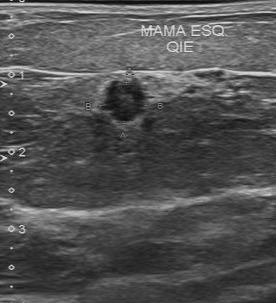
Imaging: B-mode breast ultrasound.
This B-mode breast ultrasound shows a mass, malignant on biopsy or follow-up. BI-RADS 4.